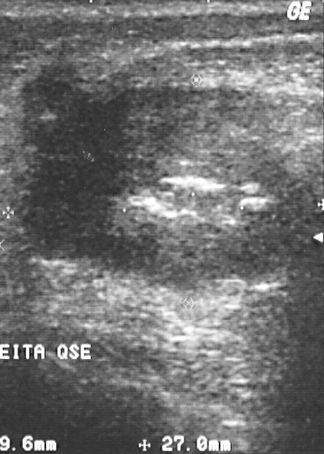
Modality: breast ultrasound.
This breast ultrasound shows a lesion with biopsy result: invasive ductal carcinoma, confirmed outcome (biopsy or follow-up): malignant, BI-RADS category: 4.